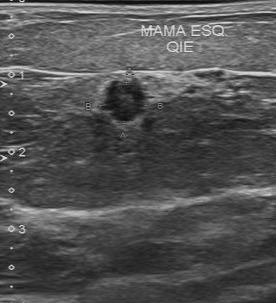
Modality: B-mode breast ultrasound. Acquired on Toshiba Aplio 300 @12-14 MHz.
Lesion characteristics:
- echogenicity: hypoechoic
- margin: regular
- BI-RADS on independent re-read: 3
- lesion boundary: clear